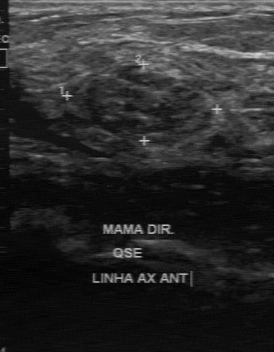
Imaging: breast US.
BI-RADS 3 in the original read; on a second read the margin is regular, the boundary fairly clear and the mass heterogeneous. No calcifications are seen. Biopsy showed fibroadenoma, a benign finding.